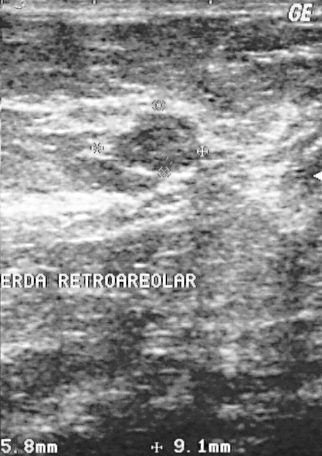
Modality: B-mode breast ultrasound.
A lesion is present on this B-mode breast ultrasound. It was assessed as BI-RADS 3. Histopathology: fibroadenoma (benign).